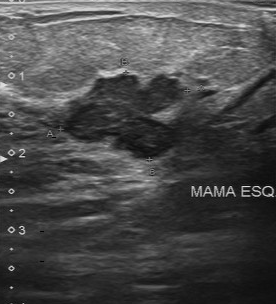
Imaging: breast US.
A breast lesion is seen with hypoechoic echo pattern, calcifications: none, outcome on biopsy or follow-up: malignant, fairly clear lesion boundary, partially regular margin.